Breast ultrasound scan.
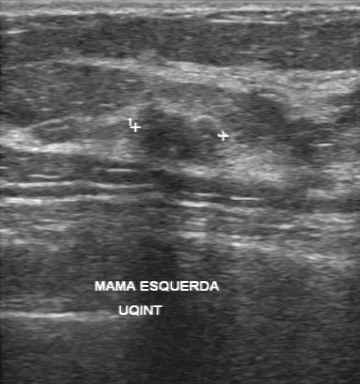
Margin: partially regular. The echo pattern is slightly hypoechoic. Calcifications are suspected. Boundary is fairly clear.